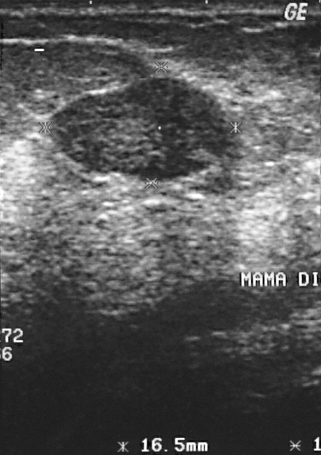
Modality: breast ultrasound scan.
A lesion is present on this breast ultrasound scan. BI-RADS category 2. The biopsy result was cyst; the lesion is benign.